Modality: breast ultrasound image.
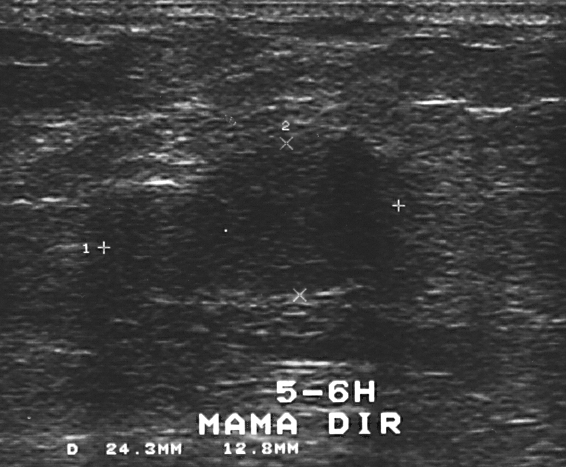
Pixel coordinates (x1, y1, x2, y2): Segment the lesion: bounding box (118,143)-(401,297).